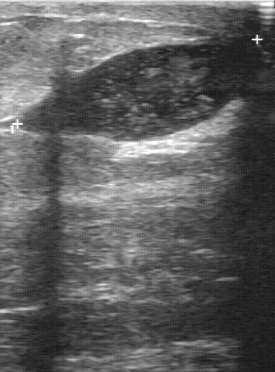
B-mode breast ultrasound. Acquired on GE Logiq 7 @10-14MHz.
BI-RADS 4 in the original read. A second reader, independent of the original assessment, describes a heterogeneous finding with a regular margin; the boundary is clear. Calcifications: suspected. Histopathology: mastitis (benign).